Modality: breast ultrasound image.
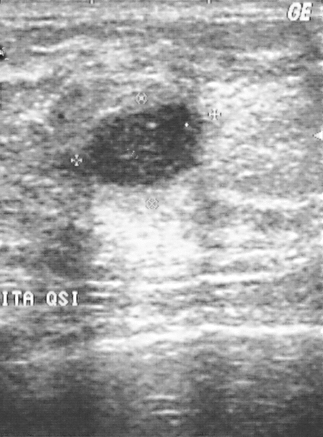
Coordinates are pixels in the 323x437 image. The lesion is located within the bounding box [84, 103, 201, 187].